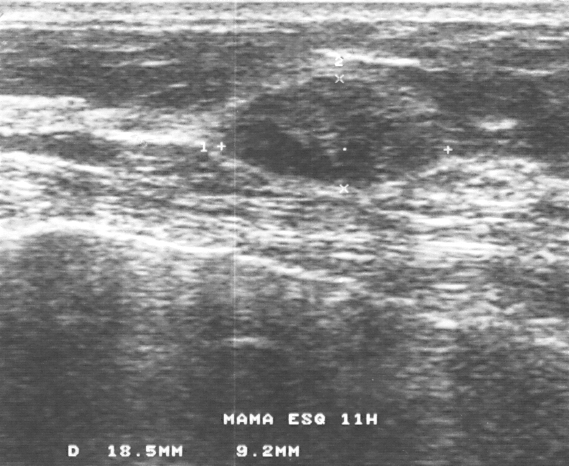
Imaging: B-mode breast ultrasound.
The biopsy result was fibroadenoma. Outcome on biopsy or follow-up: benign. The breast lesion is assessed as BI-RADS 3.